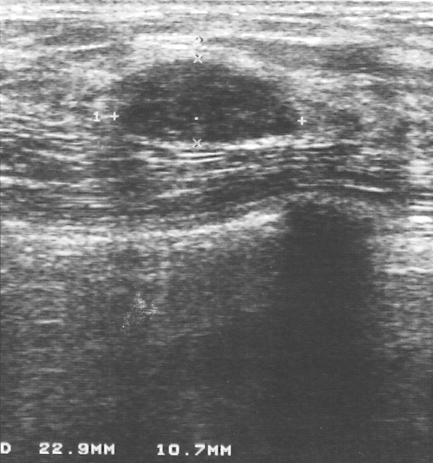
Modality: B-mode breast ultrasound.
A finding is present on this B-mode breast ultrasound. Assessment: BI-RADS 2. Biopsy showed fibroadenoma, a benign finding.